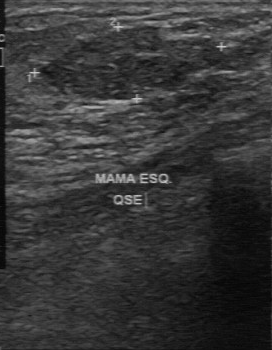
Imaging: breast US. Scanner: GE Logiq 7 @10-14MHz.
This breast US shows a finding with original BI-RADS: 2, independent BI-RADS assessment: 3, slightly hypoechoic echo pattern, fairly clear boundary.